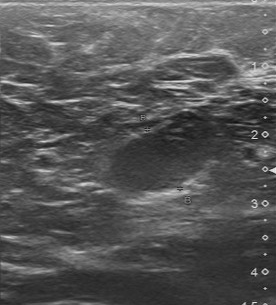
Breast US.
The breast lesion is located within the bounding box top-left (103, 113), bottom-right (229, 192).